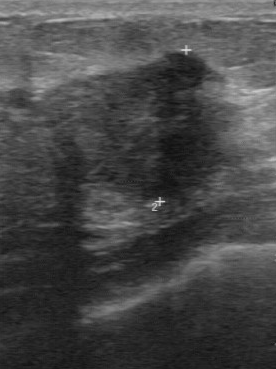
Imaging: B-mode breast ultrasound.
The finding is malignant on biopsy or follow-up. (BI-RADS category 4.)